Modality: breast sonogram.
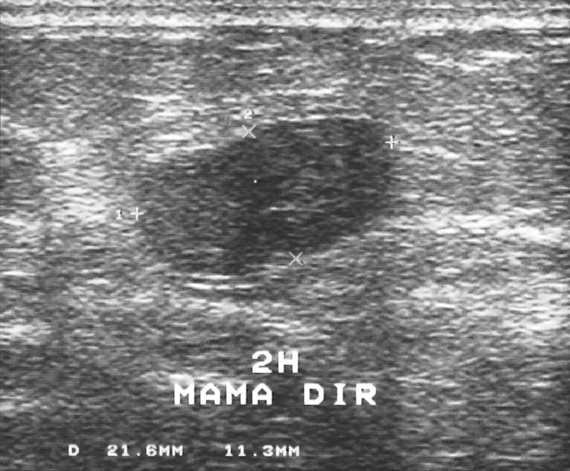
The finding is benign on biopsy or follow-up.